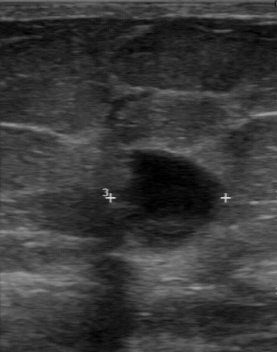
Breast ultrasound scan. Acquired on GE Logiq 7 @10-14MHz.
The finding was assessed as BI-RADS 3 by the original reader. Findings on the second read (an independent reader): a finding of mixed cystic and solid echotexture, margin partially regular, boundary unclear. Biopsy showed invasive ductal carcinoma, a malignant finding.